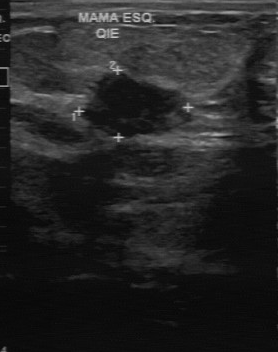
Imaging: breast ultrasound scan.
Pixel coordinates (x1, y1, x2, y2): Segment the breast lesion: bounding box x1=76, y1=70, x2=193, y2=139. BI-RADS 5.